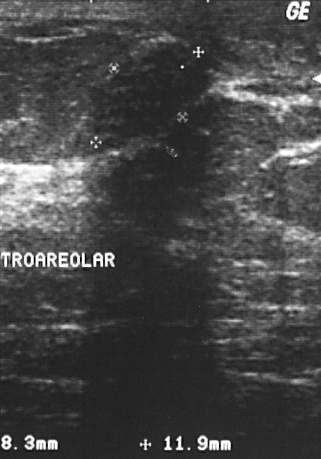
Modality: breast ultrasound image. Acquired on GE Logiq 5 @10-12MHz.
A finding is seen. Assessment: BI-RADS 3. The biopsy result was fibroadenoma; the finding is benign.